B-mode breast ultrasound.
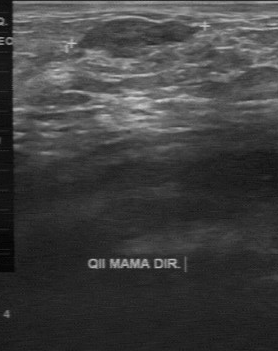
Outcome on biopsy or follow-up: benign. Histopathology: sclerosing adenosis. BI-RADS: 3.